Modality: breast ultrasound image.
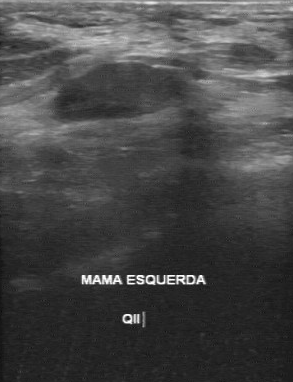
Mass: benign on biopsy or follow-up.